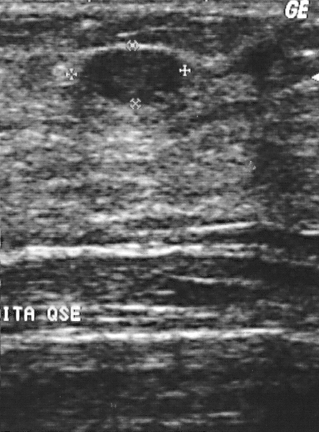
Modality: breast ultrasound image.
A lesion is present on this breast ultrasound image. It was assessed as BI-RADS 2. Biopsy showed fibroadenoma, a benign finding.